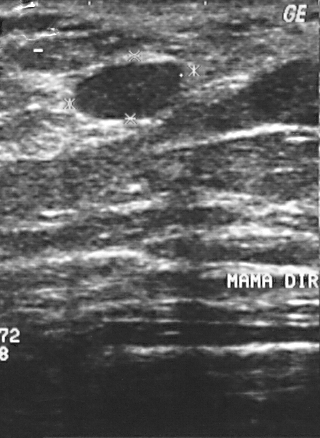
Breast ultrasound image.
This breast ultrasound image shows a mass with BI-RADS assessment: 2, biopsy or follow-up result: benign.